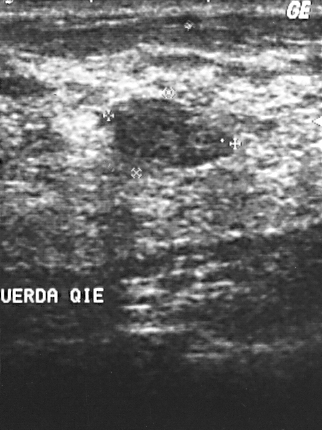
Modality: B-mode breast ultrasound.
Histopathology: fibroadenoma (benign). The breast lesion is assessed as BI-RADS 2.